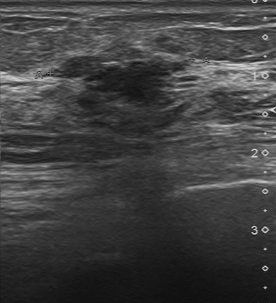
Breast ultrasound scan.
The finding demonstrates unclear lesion boundary, calcifications: none, slightly hypoechoic internal echoes, irregular margin, confirmed outcome (biopsy or follow-up): malignant.